Modality: breast ultrasound.
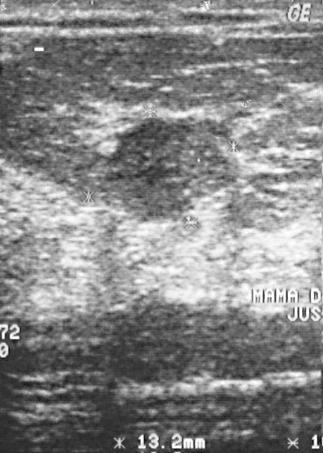
Segment the finding: bounding box (100,119)-(238,224). The finding is benign on biopsy or follow-up.